Breast US.
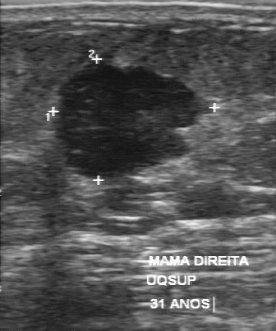
Original-read BI-RADS category: 4.
Descriptors from an independent second read (not the reader who assigned the category):
Margin: partially regular.
Its boundary is somewhat unclear.
The mass is hypoechoic.
There are no calcifications.
The biopsy result was invasive ductal carcinoma; the mass is malignant.